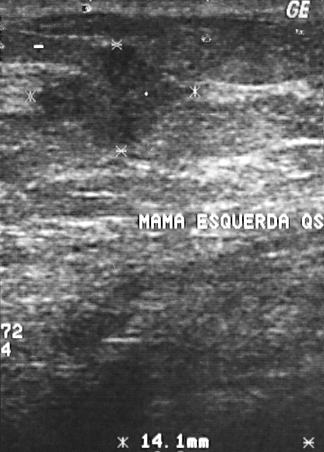
Imaging: breast sonogram.
Finding: mass, malignant on biopsy or follow-up.